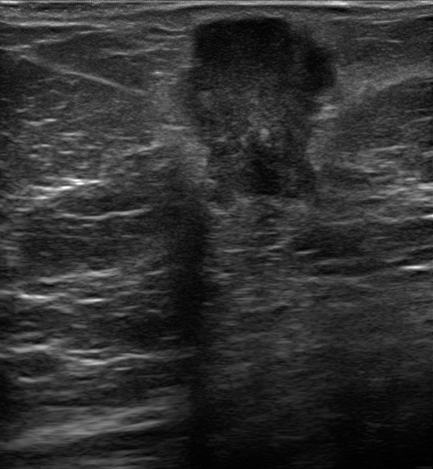
80-year-old patient. Modality: breast ultrasound scan.
Breast ultrasound scan findings:
- verification: confirmed by biopsy
- BI-RADS assessment: 5
- radiologic interpretation: Suspicion of malignancy; Fibroadenoma; Intraductal papilloma
- echogenicity: hypoechoic
- posterior acoustic features: combined
- echogenic halo: present
- skin thickening: absent
- lesion margin: not circumscribed - angular and indistinct
- calcifications: in a mass